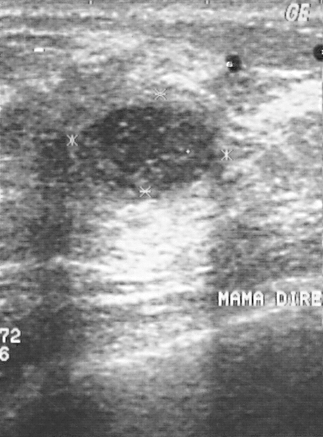
Imaging: breast ultrasound image.
(coordinates in a 323x437 pixel frame) The lesion occupies approximately (73, 99) to (225, 196).